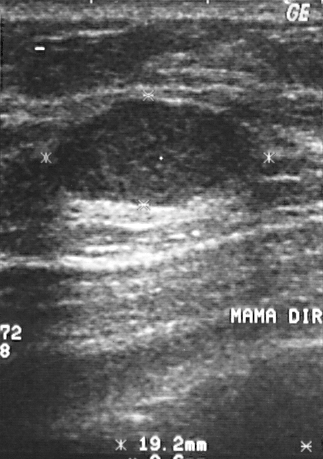
Acquired on GE Logiq 5 @10-12MHz. Imaging: breast ultrasound.
Outcome on biopsy or follow-up: benign.